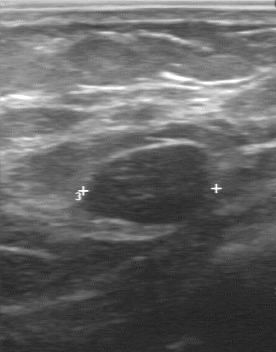
Modality: breast ultrasound image.
The original reader assigned BI-RADS 3.
Descriptors from an independent second read (not the reader who assigned the category):
Echo pattern: hypoechoic.
Margin: regular.
No calcifications are seen.
Boundary: clear.
The biopsy result was fibroadenoma; the breast lesion is benign.